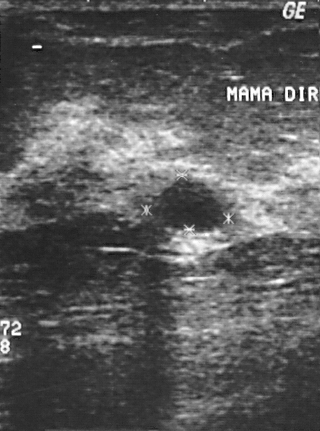
Breast ultrasound image.
Biopsy or follow-up result: benign. Biopsy showed cyst. BI-RADS assessment: 2.